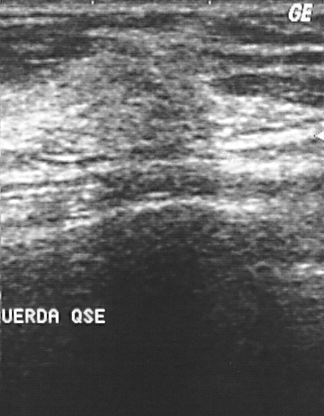
Scanner: GE Logiq 5 @10-12MHz. Modality: breast ultrasound image.
(coordinates in a 324x416 pixel frame) Lesion region of interest: (53, 31) to (224, 167). The lesion is malignant on biopsy or follow-up.